Imaging: B-mode breast ultrasound.
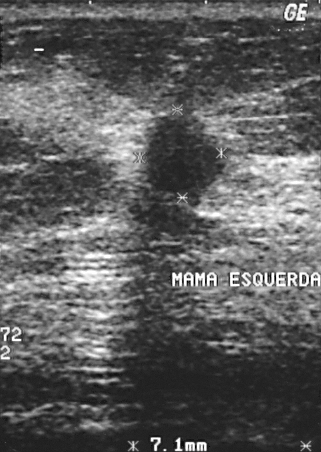
Pixel coordinates (x1, y1, x2, y2): The finding is located within the bounding box x1=148, y1=115, x2=226, y2=207. The finding is malignant on biopsy or follow-up. BI-RADS 4.